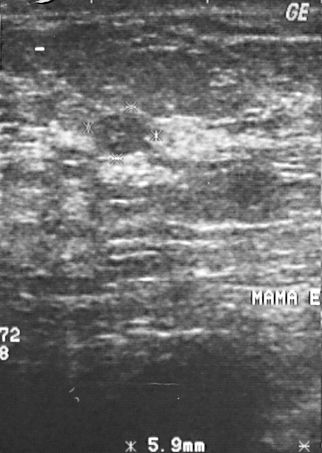
Imaging: breast ultrasound scan. Acquired on GE Logiq 5 @10-12MHz.
A mass is seen. Assessment: BI-RADS 2. Pathology confirmed benign cyst.